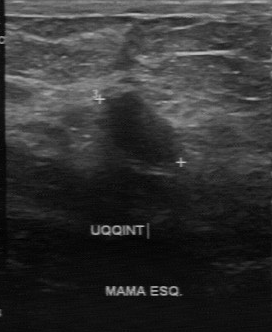
Modality: breast ultrasound image.
BI-RADS 2 in the original read. A second, independent read describes the mass as follows. Internally the mass is hypoechoic. Margin: partially regular. Its boundary is fairly clear. No calcifications are seen. Biopsy showed mastitis, a benign finding.